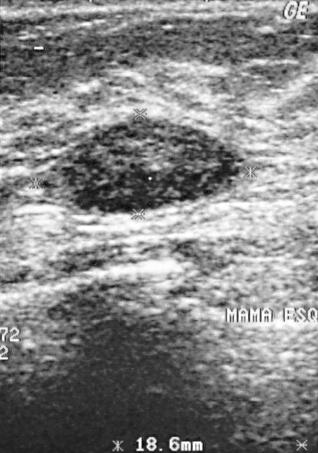
Imaging: B-mode breast ultrasound.
This B-mode breast ultrasound shows a breast lesion, benign on biopsy or follow-up.